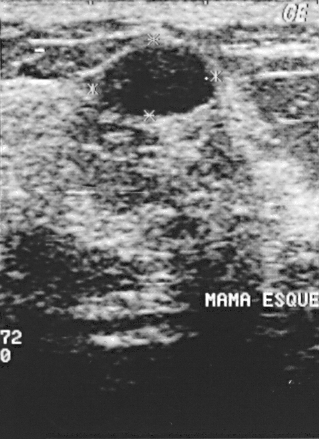
Imaging: breast ultrasound image.
Assigned BI-RADS 2. The biopsy result was fibroadenoma. The mass is benign on biopsy or follow-up.